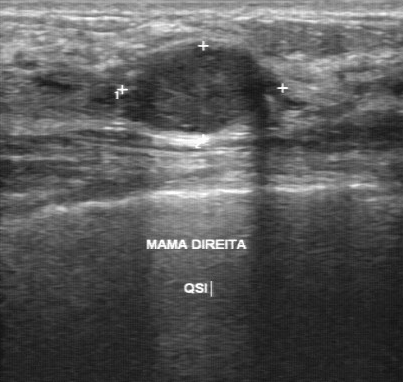
Breast ultrasound.
The original reader assigned BI-RADS 4. Descriptors from an independent second read (not the reader who assigned the category): The breast lesion has a regular margin. Echo pattern: slightly hypoechoic. There are no calcifications. The lesion boundary is clear. The biopsy result was intraductal papilloma; the breast lesion is benign.